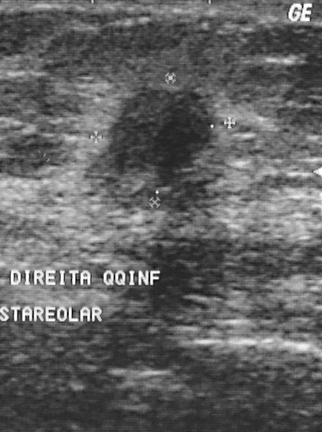
Modality: breast ultrasound. Acquired on GE Logiq 5 @10-12MHz.
Mass: malignant on biopsy or follow-up.